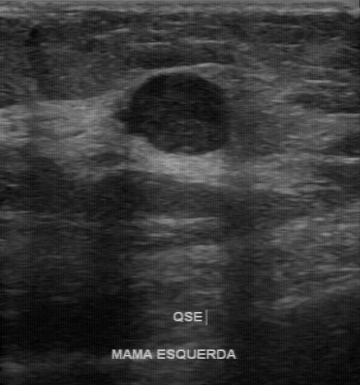
Scanner: GE Logiq 7 @10-14MHz. Imaging: breast ultrasound scan.
Original-read BI-RADS category: 4. The following findings are from a second reader, independent of the original assessment. The margin is partially regular. The lesion boundary is clear. No calcifications are seen. Internally the lesion is hypoechoic. Biopsy showed papillary carcinoma, a malignant finding.